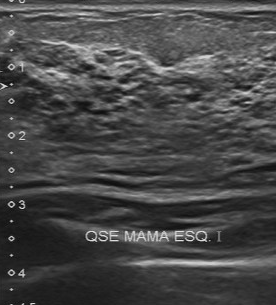
Imaging: breast ultrasound. Scanner: Toshiba Aplio 300 @12-14 MHz.
FINDINGS: Breast ultrasound. Margin: irregular. BI-RADS (second read): 3.
OUTCOME ON BIOPSY OR FOLLOW-UP: malignant.